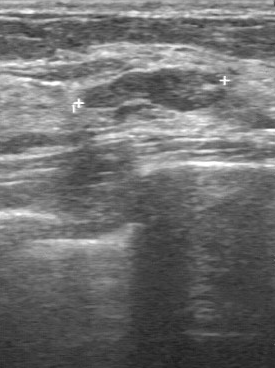
Imaging: breast ultrasound image.
The mass is benign on biopsy or follow-up. (BI-RADS category 3.)